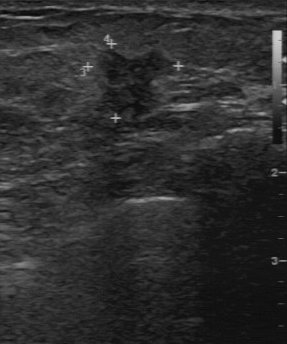
Modality: breast US.
(coordinates in a 287x344 pixel frame) Mass bounding box: (102,49)-(179,116). BI-RADS 4.